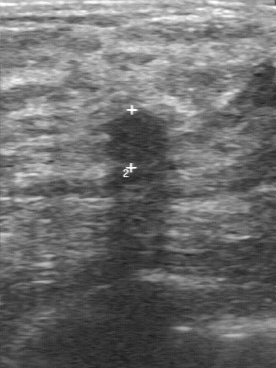
Breast ultrasound scan.
Lesion bounding box: x1=105, y1=110, x2=168, y2=165.